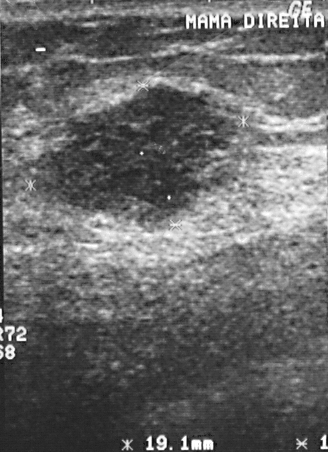
Scanner: GE Logiq 5 @10-12MHz. Modality: breast US.
A breast lesion is seen. Assessment: BI-RADS 4. The biopsy result was invasive ductal carcinoma; the breast lesion is malignant.